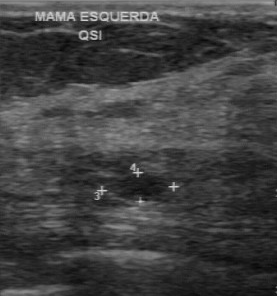
Breast ultrasound.
(coordinates in a 277x296 pixel frame) The mass is located within the bounding box x1=110, y1=175, x2=166, y2=200. The mass is benign on biopsy or follow-up.